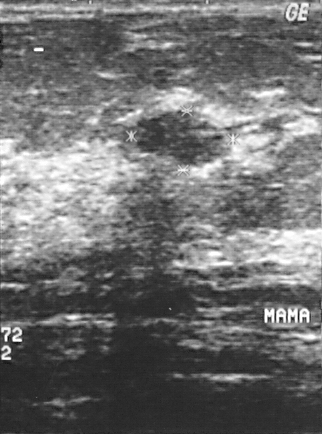
Breast ultrasound image.
The mass demonstrates BI-RADS category: 2.